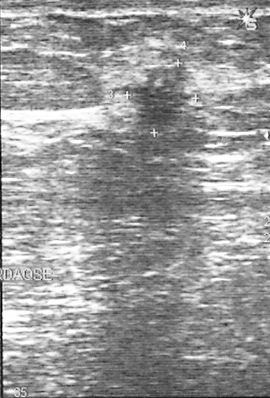
B-mode breast ultrasound.
The finding demonstrates BI-RADS category: 4, pathology: invasive ductal carcinoma.